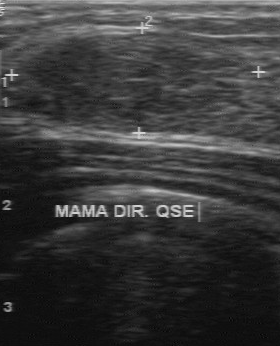
Scanner: GE Logiq 7 @10-14MHz. Imaging: breast ultrasound image.
This breast ultrasound image shows a breast lesion with BI-RADS category: 3, biopsy or follow-up result: benign.